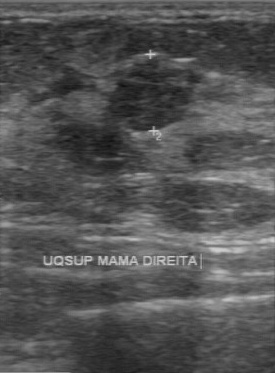
Breast ultrasound scan.
BI-RADS 3 in the original read. A second reader, independent of the original assessment, describes a hypoechoic breast lesion with a regular margin; the boundary is clear. The biopsy result was fibroadenoma; the breast lesion is benign.